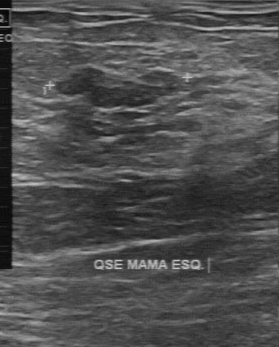
Modality: breast ultrasound image.
The histopathology is fibroadenoma. BI-RADS assessment: 3.